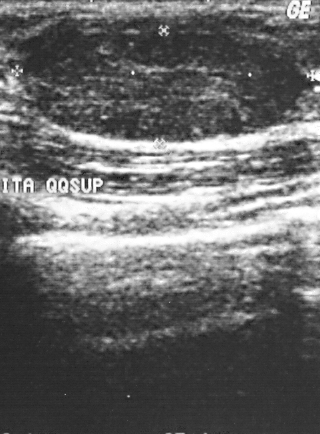
B-mode breast ultrasound.
This B-mode breast ultrasound shows a finding with BI-RADS assessment: 2.